Breast ultrasound scan. Age 43.
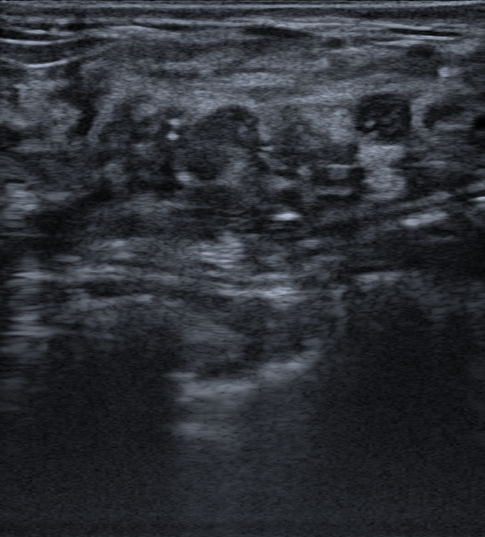
It has an irregular shape.
The finding has spiculated margins.
Internally the finding is heterogeneous.
There are no posterior acoustic features.
There is no echogenic halo.
Calcifications are present within the mass.
Skin thickening: none.
BI-RADS category 4B.
This finding proved malignant on biopsy or follow-up.
Biopsy result: Ductal carcinoma in situ (DCIS); Solid papillary carcinoma in situ.
Radiologic interpretation: Suspicion of malignancy; Dysplasia; Duct filled with thick fluid; Lacteal cyst.